Imaging: breast ultrasound image.
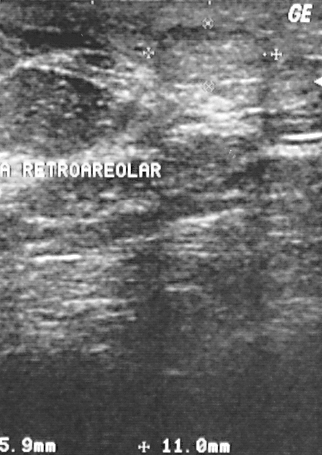
Outcome on biopsy or follow-up: benign. BI-RADS assessment: 3. Pathology: lipoma.
OUTCOME ON BIOPSY OR FOLLOW-UP: benign.